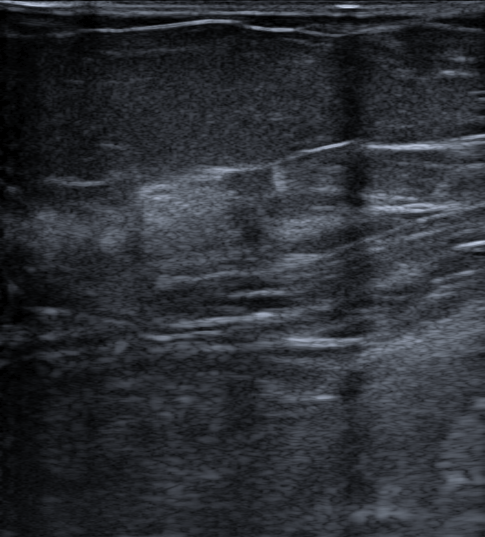
Breast US. Age 66.
- posterior acoustic features: shadowing
- calcifications: none
- shape: irregular
- skin thickening: none
- BI-RADS: 4C